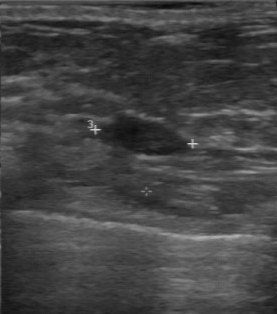
Acquired on GE Logiq 7 @10-14MHz. Breast ultrasound scan.
A breast lesion is seen with BI-RADS category: 3.